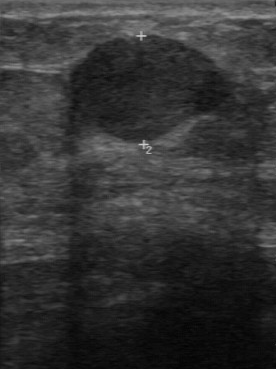
Breast US.
The mass demonstrates clear lesion boundary, regular margin, outcome on biopsy or follow-up: malignant, hypoechoic echo pattern, histopathology: papillary carcinoma, calcifications: none.